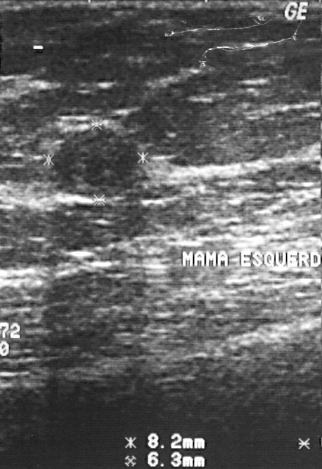
Modality: breast ultrasound.
The lesion occupies approximately x1=54, y1=126, x2=137, y2=196.